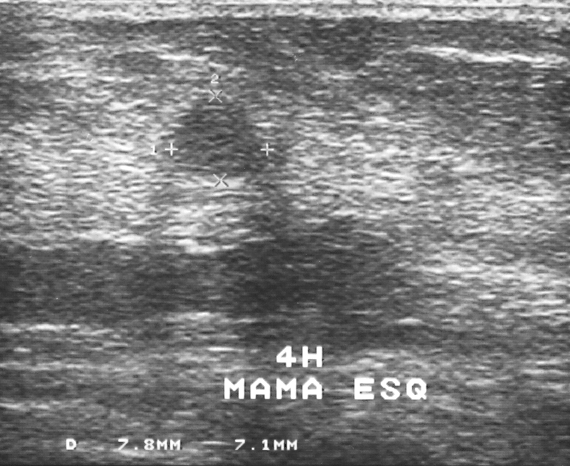
Imaging: breast US.
This breast US shows a mass, benign on biopsy or follow-up.